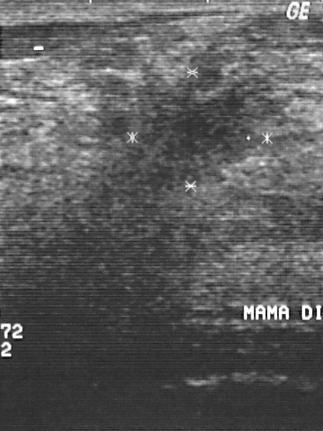
Modality: breast sonogram.
BI-RADS category 4. Biopsy showed invasive ductal carcinoma, a malignant finding. The mass is malignant on biopsy or follow-up.